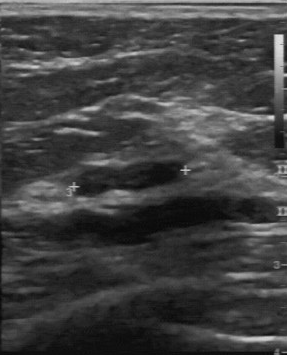
Breast ultrasound scan.
The mass was assessed as BI-RADS 2 by the original reader. A second, independent read describes the mass as follows. Echo pattern: slightly hypoechoic. The mass has a partially regular margin. Its boundary is fairly clear. Calcifications: none. Histopathology: cyst (benign).